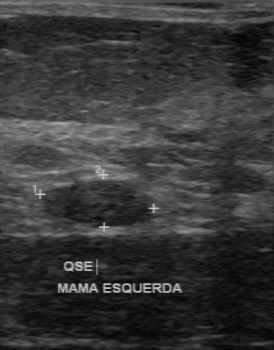
Modality: breast ultrasound scan.
A lesion is seen with biopsy or follow-up result: benign, slightly hypoechoic internal echoes, independent BI-RADS assessment: 3.